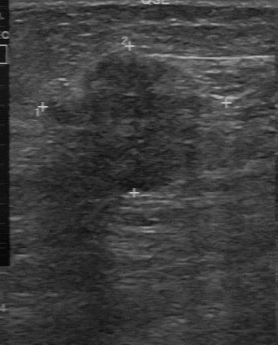
Modality: breast sonogram.
Biopsy or follow-up result: malignant.